Background echotexture is homogeneous: fibroglandular. Imaging: breast ultrasound image. 47-year-old patient.
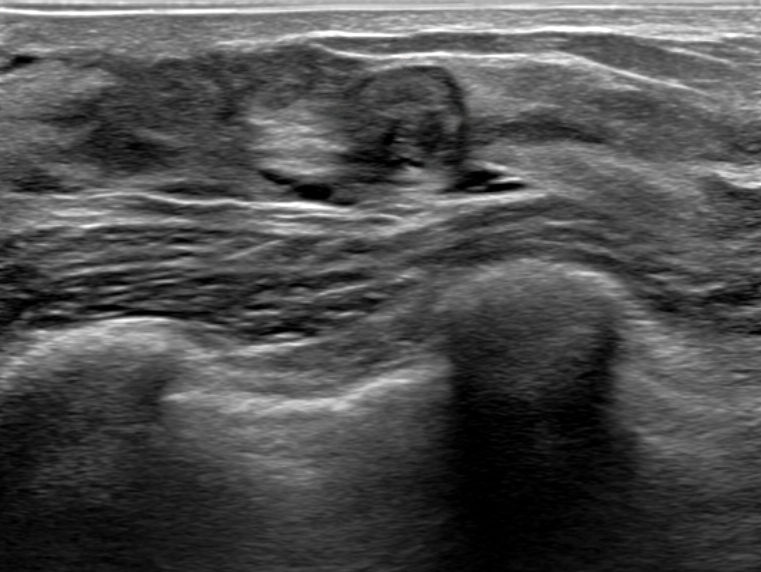
BI-RADS assessment: 4B. Biopsy result: Intraductal papilloma. Posterior features: none. The margin is circumscribed. Echogenicity: heterogeneous. No echogenic halo is seen. There is no skin thickening. Shape: oval. There are no calcifications.